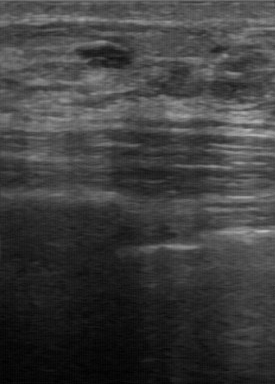
Modality: breast sonogram. Acquired on GE Logiq 7 @10-14MHz.
The original reader assigned BI-RADS 3.
The following findings are from a second reader, independent of the original assessment.
The margin is regular.
Boundary: clear.
Echo pattern: hypoechoic.
There are no calcifications.
Histopathology: ductal hyperplasia (benign).